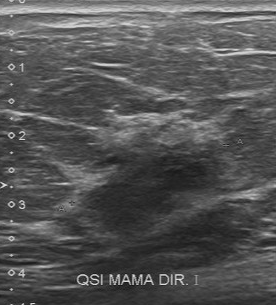
Imaging: breast sonogram.
Coordinates are pixels in the 276x305 image. The finding is located within the bounding box [76, 133, 226, 240]. The finding is malignant on biopsy or follow-up.